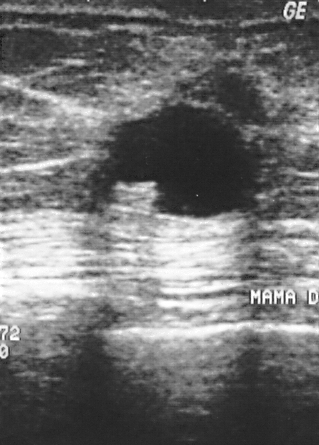
Modality: breast ultrasound image.
A finding is present on this breast ultrasound image. Assessment: BI-RADS 4. Biopsy showed cyst, a benign finding.